B-mode breast ultrasound.
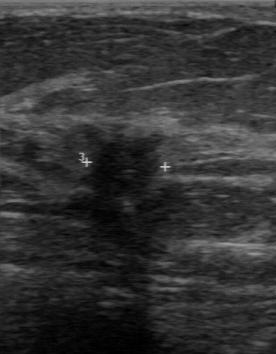
The original reader assigned BI-RADS 4. Findings on the second read (an independent reader): a hypoechoic mass, margin partially regular, boundary somewhat unclear. Biopsy showed invasive ductal carcinoma, a malignant finding.